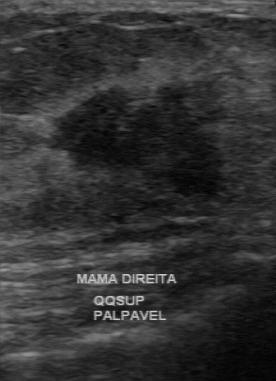
Imaging: breast ultrasound.
BI-RADS 4 in the original read; on a second read the margin is irregular, the boundary unclear and the mass hypoechoic. Calcifications: none. Biopsy showed invasive ductal carcinoma, a malignant finding.